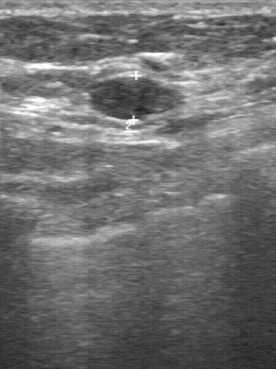
Breast ultrasound scan.
Breast ultrasound scan findings:
- BI-RADS (second read): 3
- echogenicity: slightly hypoechoic